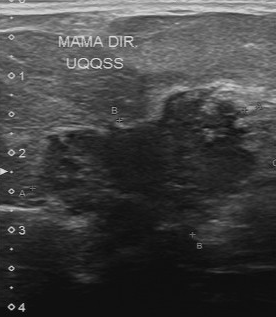
Breast sonogram. Acquired on Toshiba Aplio 300 @12-14 MHz.
Lesion region of interest: (39,87)-(256,243).